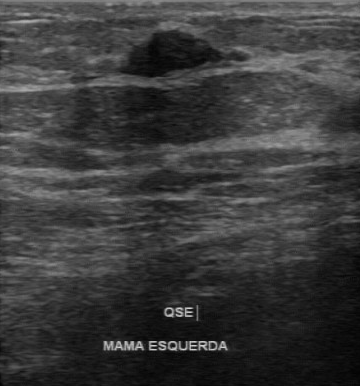
B-mode breast ultrasound.
BI-RADS 4 in the original read. Findings on the second read (an independent reader): a hypoechoic finding, margin regular, boundary clear. Histopathology: fibroadenoma (benign).